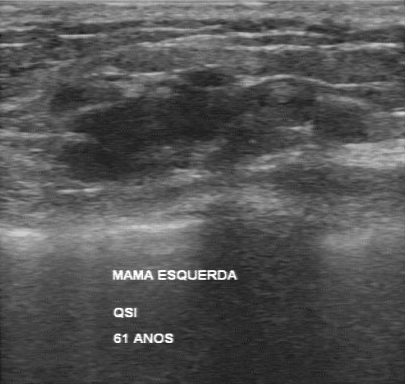
Acquired on GE Logiq 7 @10-14MHz. Modality: breast ultrasound image.
This breast ultrasound image shows a finding, malignant on biopsy or follow-up. BI-RADS 4.